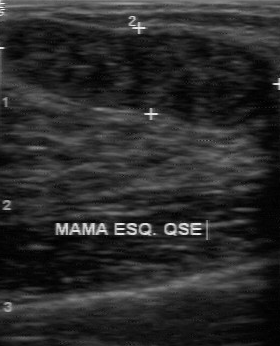
Modality: breast ultrasound scan.
Outcome on biopsy or follow-up: benign.